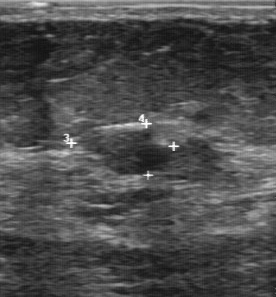
Breast ultrasound image. Acquired on GE Logiq 7 @10-14MHz.
The finding was assessed as BI-RADS 4 by the original reader. A second, independent read describes the finding as follows. The finding has a partially regular margin. Its boundary is somewhat unclear. Internally the finding is slightly hypoechoic. Calcifications: none. Histopathology: fibroadenoma (benign).